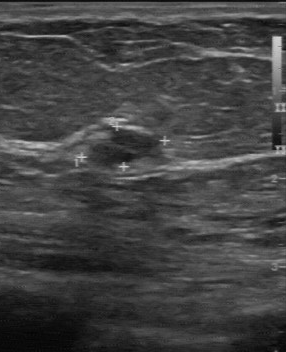
Imaging: breast ultrasound scan. Acquired on GE Logiq 7 @10-14MHz.
BI-RADS 2 in the original read; on a second read the margin is regular, the boundary clear and the breast lesion slightly hypoechoic. The biopsy result was cyst; the breast lesion is benign.